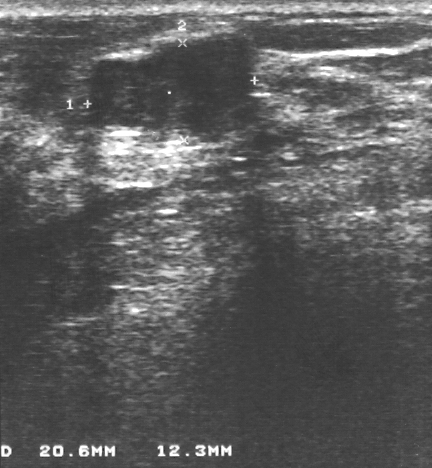
Breast ultrasound.
Biopsy showed fibroadenoma.
Assigned BI-RADS 4.
Outcome on biopsy or follow-up: benign.